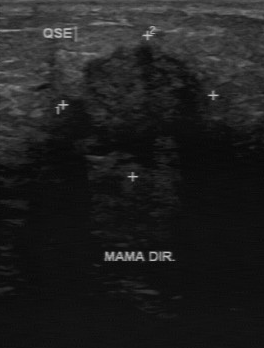
Modality: B-mode breast ultrasound.
The mass is located within the bounding box [51, 43, 209, 167].